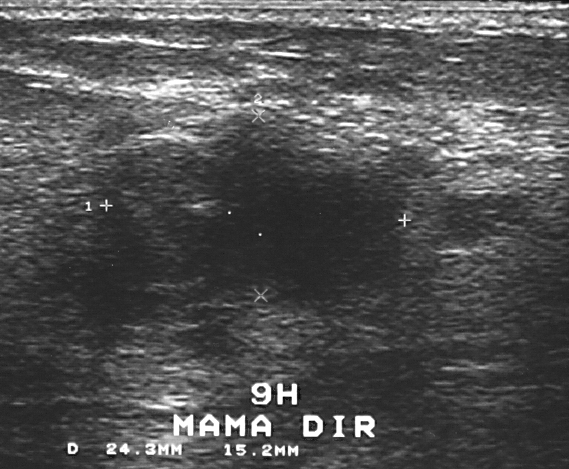
Modality: breast ultrasound scan.
(coordinates in a 569x469 pixel frame) Finding bounding box: (99, 117) to (415, 307).